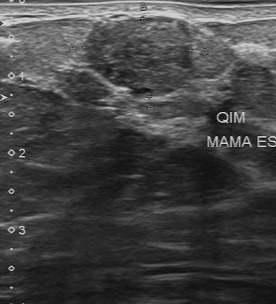
B-mode breast ultrasound.
A mass is seen with BI-RADS category: 3.